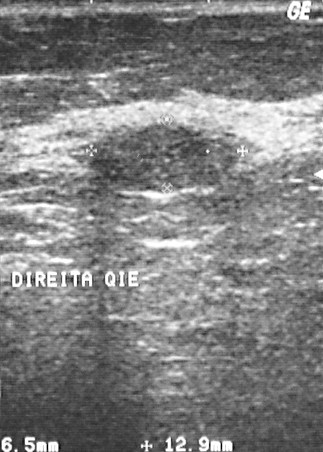
Modality: breast sonogram.
The biopsy result was fibroadenoma. Biopsy or follow-up result: benign. Assigned BI-RADS 2.